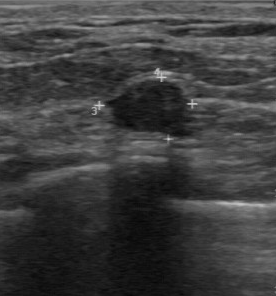
Modality: breast ultrasound image.
The lesion demonstrates BI-RADS (first reader): 2, independent BI-RADS assessment: 3.